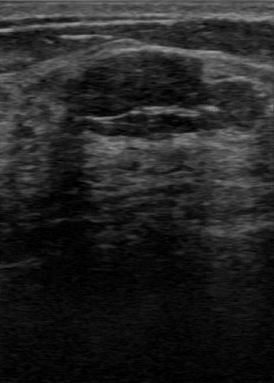
Modality: breast US.
The original reader assigned BI-RADS 2. The following findings are from a second reader, independent of the original assessment. Echo pattern: hypoechoic. The lesion boundary is clear. The margin is regular. No calcifications are seen. The biopsy result was fibroadenoma; the breast lesion is benign.